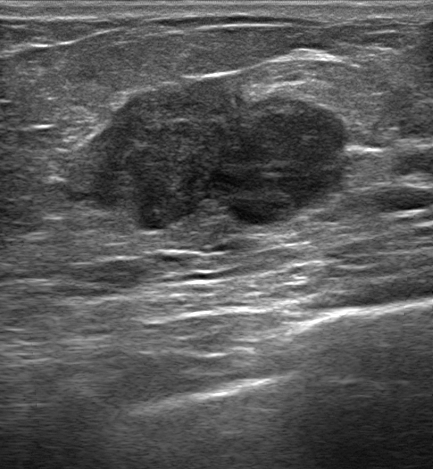
Imaging: breast ultrasound scan. Age 69.
Breast ultrasound scan findings:
- biopsy result: Invasive carcinoma of no special type (NST)
- BI-RADS assessment: 5
- lesion shape: irregular
- echogenic halo: present
- radiologic interpretation: Suspicion of malignancy; Fibroadenoma; Intraductal papilloma
- calcifications: none
- confirmed outcome (biopsy or follow-up): malignant
- posterior acoustic features: enhancement
- echo pattern: hypoechoic